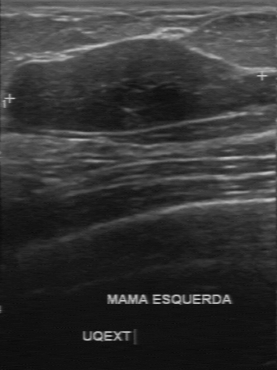
Modality: B-mode breast ultrasound.
Breast lesion: benign on biopsy or follow-up. BI-RADS 2.